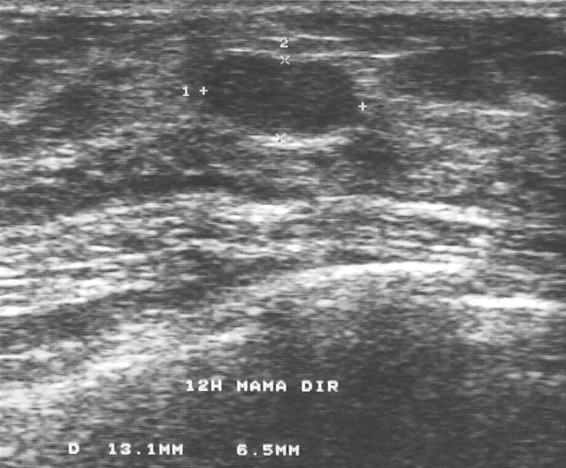
Imaging: B-mode breast ultrasound.
BI-RADS category 2. This breast lesion proved benign on biopsy or follow-up. Histopathology: fibroadenoma.